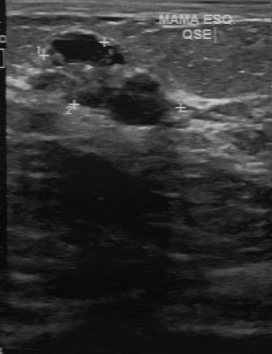
Imaging: breast ultrasound scan.
Lesion region of interest: top-left (44, 33), bottom-right (176, 126). The lesion is benign on biopsy or follow-up.